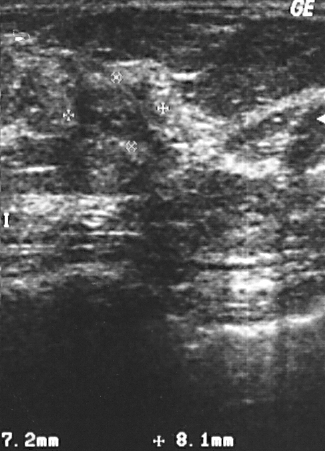
Breast ultrasound scan. Scanner: GE Logiq 5 @10-12MHz.
FINDINGS: Breast ultrasound scan. BI-RADS assessment: 4. Biopsy or follow-up result: malignant.
OUTCOME ON BIOPSY OR FOLLOW-UP: malignant.